Acquired on GE Logiq 7 @10-14MHz. Breast ultrasound image.
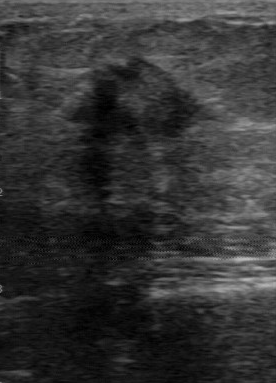
The finding was categorized BI-RADS 4 in the original read. A second, independent read describes the finding as follows. There are no calcifications. Margin: irregular. Its boundary is unclear. The finding is heterogeneous. Biopsy showed invasive ductal carcinoma, a malignant finding.